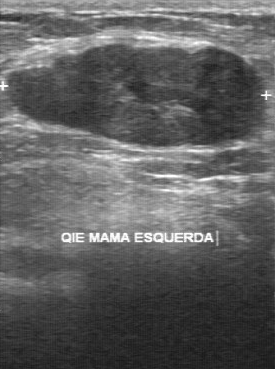
Imaging: breast ultrasound.
Pixel coordinates (x1, y1, x2, y2): The breast lesion is located within the bounding box (6,43)-(268,150). The breast lesion is benign on biopsy or follow-up.